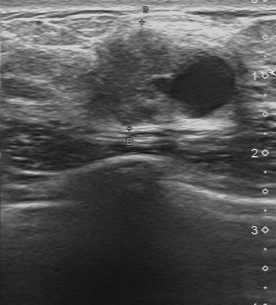
Modality: breast US.
BI-RADS 4 in the original read; on a second read the margin is partially regular, the boundary somewhat unclear and the finding mixed cystic and solid. Biopsy showed invasive ductal carcinoma, a malignant finding.